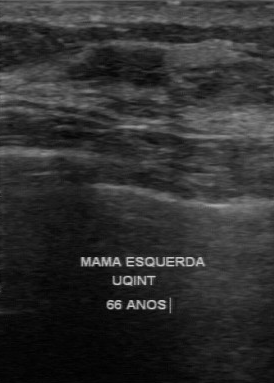
Breast ultrasound scan.
The mass was assessed as BI-RADS 4 by the original reader. On a second read by an independent reader: Margin: partially regular. Its boundary is somewhat unclear. The mass is hypoechoic. Calcifications: none. Histopathology: fibroadenoma (benign).